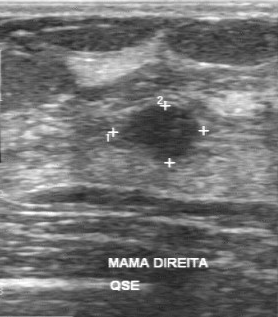
Modality: B-mode breast ultrasound. Acquired on GE Logiq 7 @10-14MHz.
Coordinates are pixels in the 278x317 image. Segment the mass: bounding box top-left (114, 106), bottom-right (204, 162).